Scanner: Toshiba Aplio 300 @12-14 MHz. Breast US.
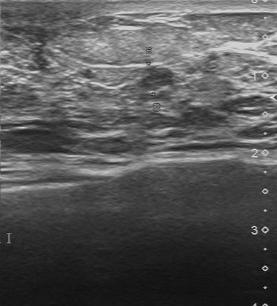
BI-RADS 3 in the original read; on a second read the margin is regular, the boundary clear and the lesion slightly hypoechoic. Calcifications: none. The biopsy result was fibroadenoma; the lesion is benign.